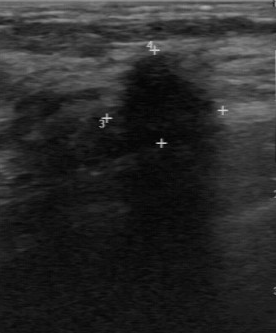
Breast ultrasound scan.
Finding bounding box: 112 53 225 158.